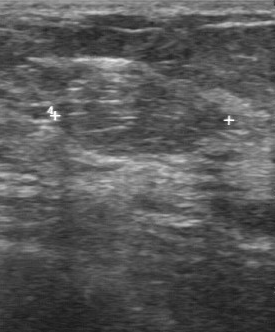
Breast ultrasound. Scanner: GE Logiq 7 @10-14MHz.
Coordinates are pixels in the 275x332 image. The finding occupies approximately x1=56, y1=65, x2=236, y2=157. The finding is benign on biopsy or follow-up.